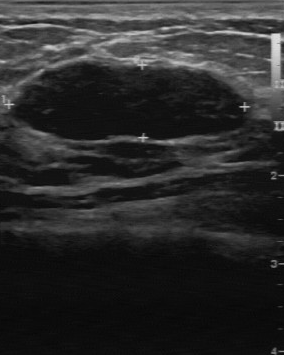
Acquired on GE Logiq 7 @10-14MHz. Modality: B-mode breast ultrasound.
Pixel coordinates (x1, y1, x2, y2): Segment the finding: bounding box (8,59)-(253,143). BI-RADS 3.